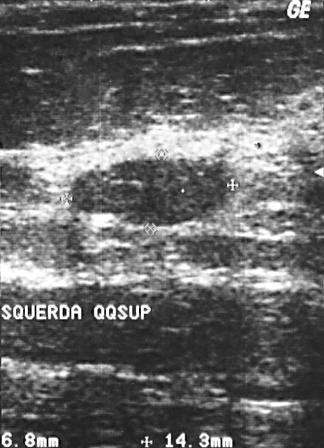
Imaging: B-mode breast ultrasound.
A mass is seen. Assessment: BI-RADS 2. Pathology confirmed benign fibroadenoma.